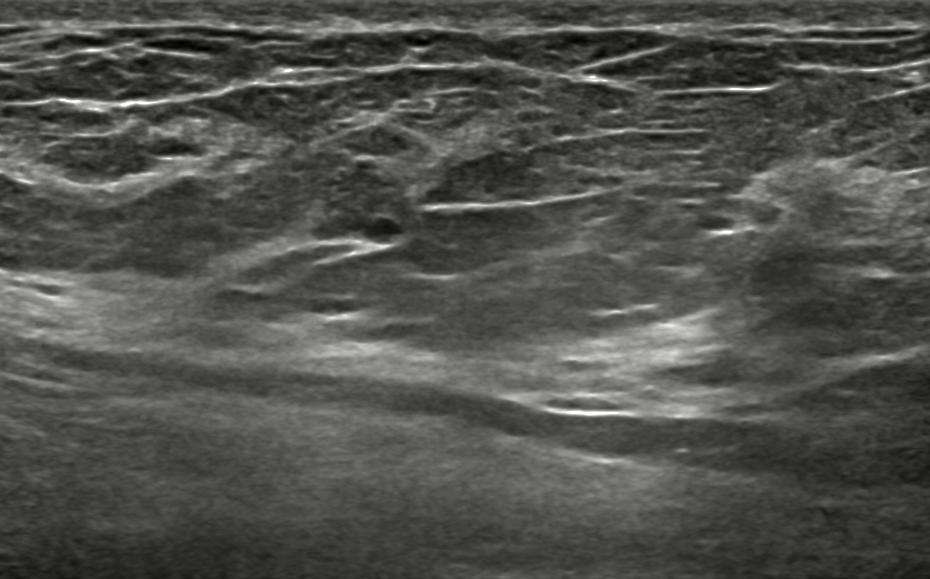
Breast ultrasound scan.
There is an oval mass that is complex cystic and solid, with a circumscribed margin. There are no posterior features. The mass is categorized as BI-RADS 3; on biopsy or follow-up it was benign. Differential on reading: Dysplasia; Mammary duct ectasia. The finding was confirmed by follow-up care.